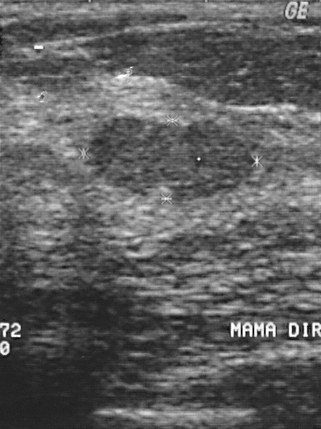
Imaging: breast ultrasound. Scanner: GE Logiq 5 @10-12MHz.
BI-RADS: 2. The biopsy or follow-up result is benign. Pathology: fibrocystic changes.